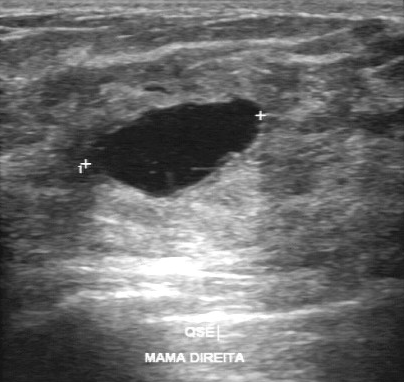
Imaging: breast sonogram.
Coordinates are pixels in the 404x382 image. Segment the lesion: bounding box 86 99 265 198. The lesion is benign on biopsy or follow-up.